Modality: B-mode breast ultrasound. Scanner: GE Logiq 5 @10-12MHz.
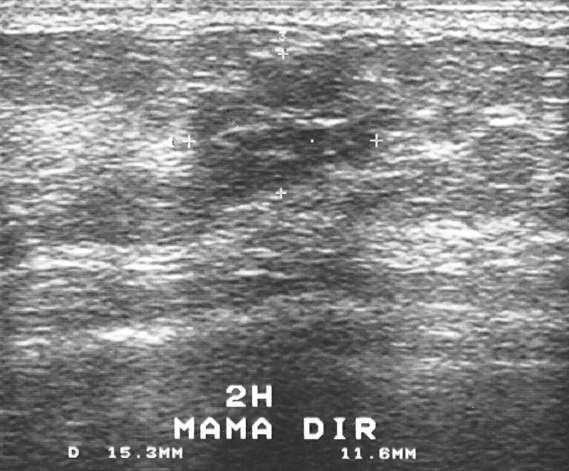
Confirmed outcome (biopsy or follow-up) is benign. BI-RADS assessment: 4.